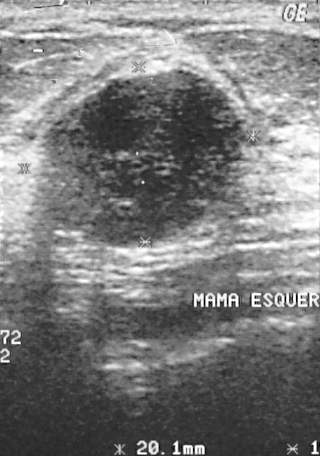
Scanner: GE Logiq 5 @10-12MHz. Imaging: breast ultrasound image.
Outcome on biopsy or follow-up: benign.
The lesion is assessed as BI-RADS 2.
Biopsy showed fibroadenoma, a benign finding.